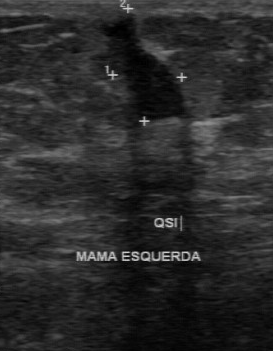
Breast ultrasound scan.
(coordinates in a 273x351 pixel frame) Finding bounding box: x1=97, y1=12, x2=195, y2=130. The finding is malignant on biopsy or follow-up.